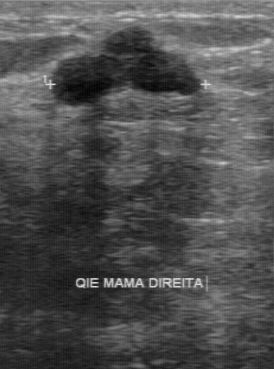
Breast ultrasound.
The finding was assessed as BI-RADS 3 by the original reader. A second reader, independent of the original assessment, describes a hypoechoic finding with a regular margin; the boundary is clear. Calcifications: none. The biopsy result was fibroadenoma; the finding is benign.